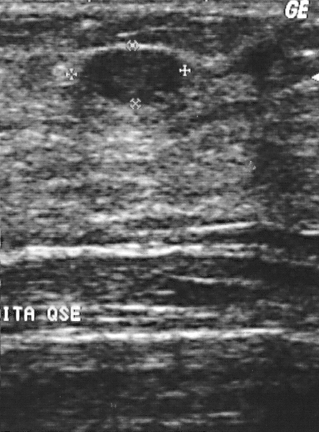
Imaging: breast ultrasound. Acquired on GE Logiq 5 @10-12MHz.
- outcome on biopsy or follow-up: benign
- BI-RADS category: 2
- pathology: fibroadenoma